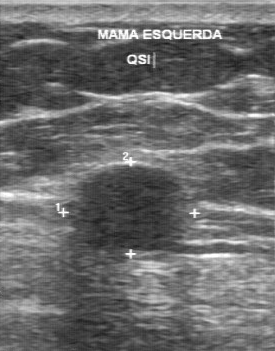
Breast US.
Coordinates are pixels in the 275x351 image. Segment the finding: bounding box 65 163 196 254.